Modality: breast ultrasound scan.
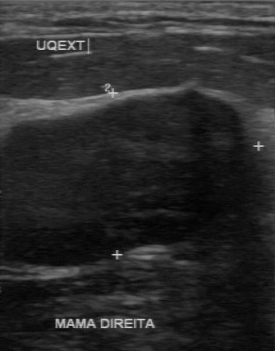
Coordinates are pixels in the 275x351 image. The lesion is located within the bounding box top-left (0, 91), bottom-right (251, 265). The lesion is benign on biopsy or follow-up.